Breast sonogram.
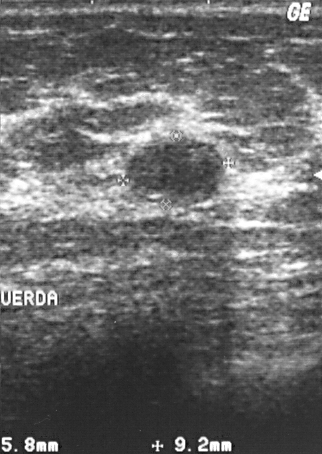
A mass is present on this breast sonogram. BI-RADS category 2. Biopsy showed fibrocystic changes, a benign finding.